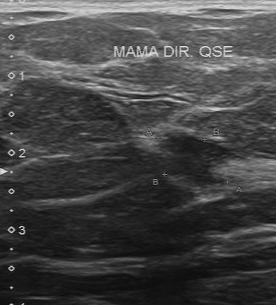
Modality: breast US.
The lesion was assessed as BI-RADS 5 by the original reader. The following findings are from a second reader, independent of the original assessment. The lesion has a partially regular margin. Its boundary is somewhat unclear. The lesion is slightly hypoechoic. There are no calcifications. Histopathology: invasive ductal carcinoma (malignant).